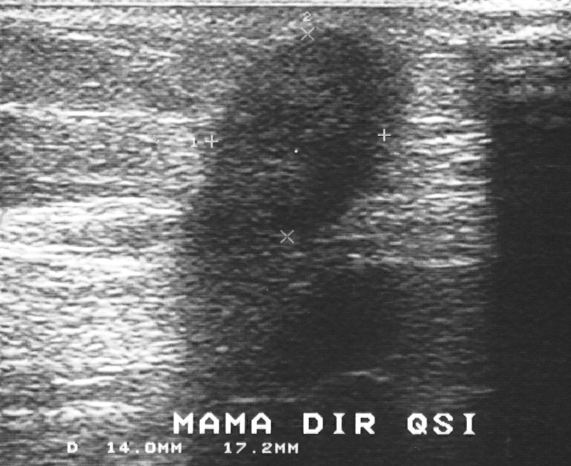
Imaging: breast ultrasound image. Scanner: GE Logiq 5 @10-12MHz.
Coordinates are pixels in the 571x466 image. The finding occupies approximately x1=195, y1=35, x2=393, y2=257. The finding is malignant on biopsy or follow-up.